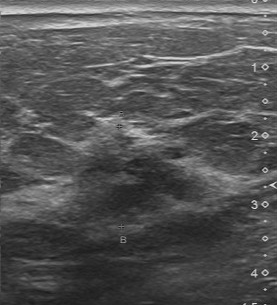
Scanner: Toshiba Aplio 300 @12-14 MHz. B-mode breast ultrasound.
(coordinates in a 277x305 pixel frame) The finding is located within the bounding box (61, 127) to (189, 226). The finding is malignant on biopsy or follow-up.